Imaging: breast ultrasound.
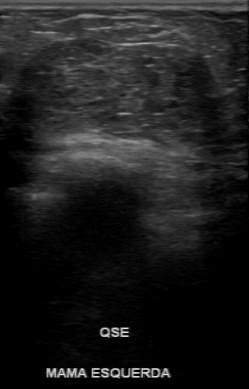
Boundary: somewhat unclear. Calcifications: absent. Lesion margin: regular. Second-reader BI-RADS: 4A. Echo pattern: hypoechoic. BI-RADS (first reader): 4.